Imaging: breast ultrasound scan. Acquired on Toshiba Aplio 300 @12-14 MHz.
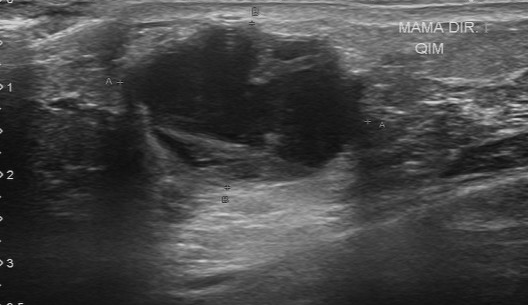
This breast ultrasound scan shows a mass with regular margin, BI-RADS on independent re-read: 4A, calcifications: none.